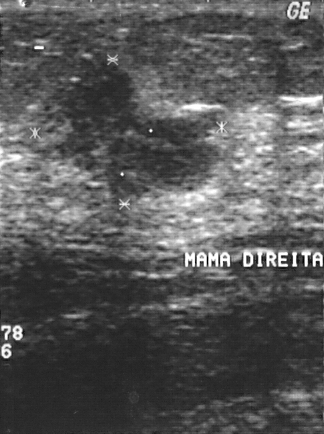
Breast sonogram. Acquired on GE Logiq 5 @10-12MHz.
Mass bounding box: (55,57)-(224,206). The mass is malignant on biopsy or follow-up.